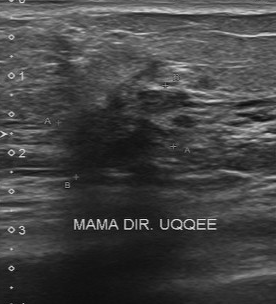
Breast ultrasound image.
The mass was categorized BI-RADS 5 in the original read. On a second read by an independent reader: No calcifications are seen. The lesion boundary is unclear. The mass is hypoechoic. Margin: irregular. Histopathology: invasive ductal carcinoma (malignant).